Imaging: breast ultrasound image.
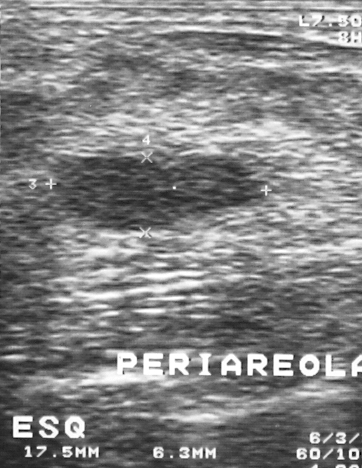
The mass is benign on biopsy or follow-up.